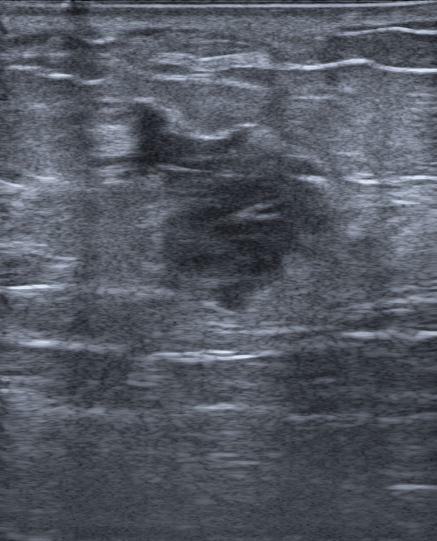
Imaging: breast US. Background echotexture is heterogeneous: predominantly fat.
Breast lesion: malignant on biopsy or follow-up. BI-RADS 4C.